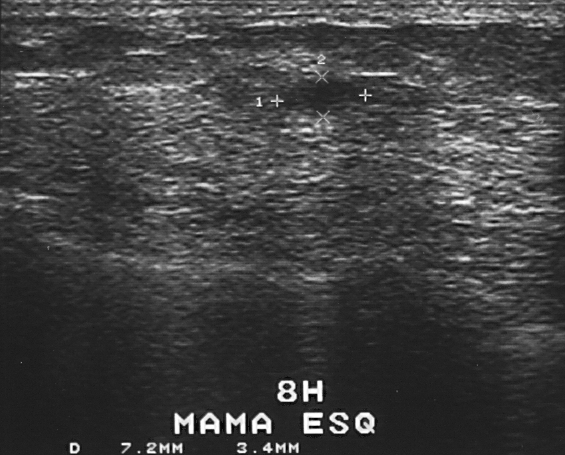
Acquired on GE Logiq 5 @10-12MHz. Imaging: breast ultrasound image.
FINDINGS: Breast ultrasound image. BI-RADS assessment: 2. Pathology: fibrocystic changes. Confirmed outcome (biopsy or follow-up): benign.
OUTCOME ON BIOPSY OR FOLLOW-UP: benign.